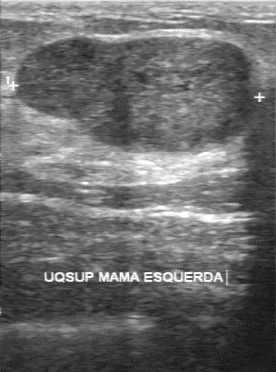
Breast US.
The lesion was assessed as BI-RADS 4 by the original reader.
Descriptors from an independent second read (not the reader who assigned the category):
The lesion has a partially regular margin.
There are no calcifications.
Echo pattern: hypoechoic.
Its boundary is fairly clear.
Biopsy showed fibroadenoma, a benign finding.